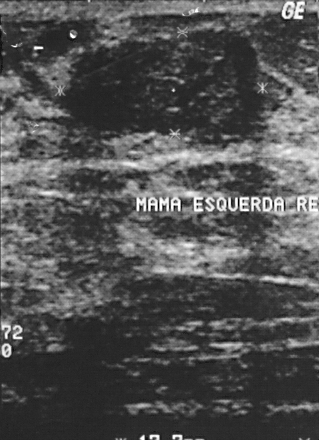
Acquired on GE Logiq 5 @10-12MHz. Breast sonogram.
A mass is present on this breast sonogram. It was assessed as BI-RADS 2. Histopathology: fibroadenoma (benign).